Modality: B-mode breast ultrasound.
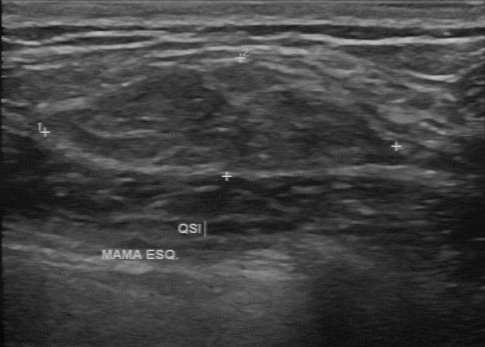
Biopsy or follow-up result: benign. BI-RADS 2.